Imaging: breast ultrasound image.
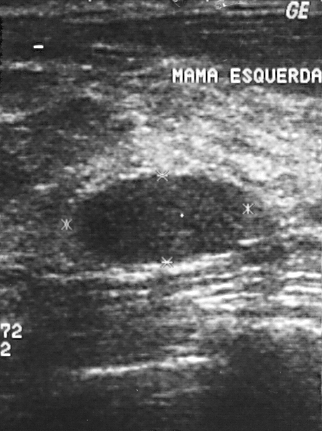
- confirmed outcome (biopsy or follow-up): benign
- BI-RADS category: 2